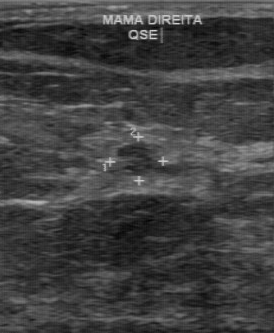
Scanner: GE Logiq 7 @10-14MHz. B-mode breast ultrasound.
The outcome on biopsy or follow-up is benign. BI-RADS category is 4. Pathology is intraductal papilloma.